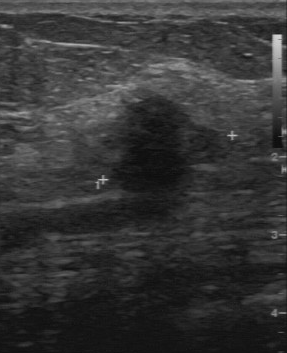
Breast ultrasound. Acquired on GE Logiq 7 @10-14MHz.
The finding is malignant on biopsy or follow-up.